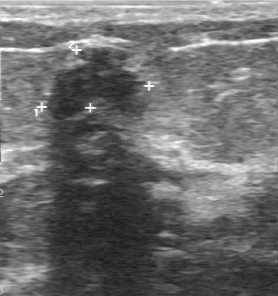
Imaging: breast ultrasound image.
Boundary: somewhat unclear. The second-reader BI-RADS is 4A. The contour is irregular. The echo pattern is hypoechoic.